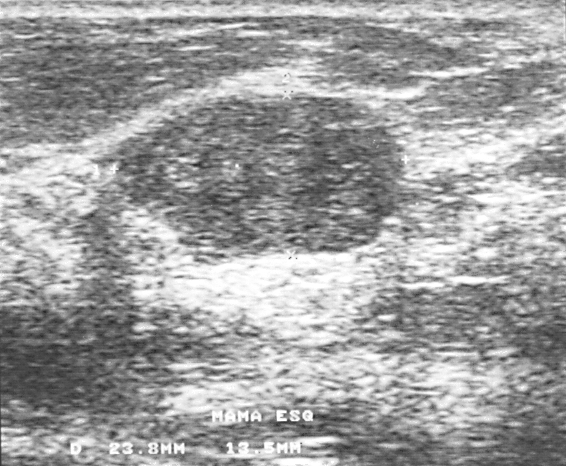
Breast ultrasound image. Scanner: GE Logiq 5 @10-12MHz.
FINDINGS: Histopathology: fibroadenoma. BI-RADS: 2.
OUTCOME ON BIOPSY OR FOLLOW-UP: benign.